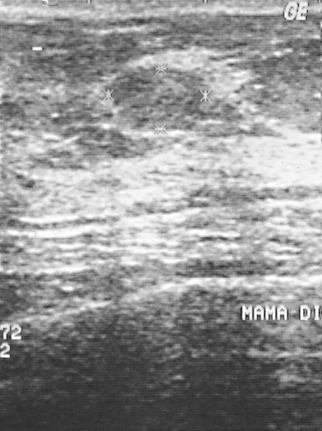
Breast ultrasound image.
Assigned BI-RADS 2. Outcome on biopsy or follow-up: benign. Biopsy showed fibroadenoma, a benign finding.